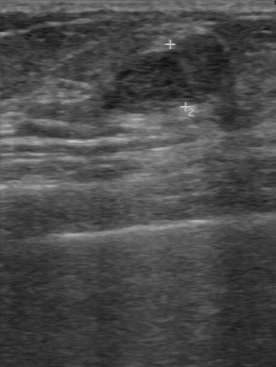
Scanner: GE Logiq 7 @10-14MHz. Modality: B-mode breast ultrasound.
Original-read BI-RADS category: 3. A second reader, independent of the original assessment, describes a hypoechoic finding with a regular margin; the boundary is clear. Calcifications: none. Histopathology: fibroadenoma (benign).